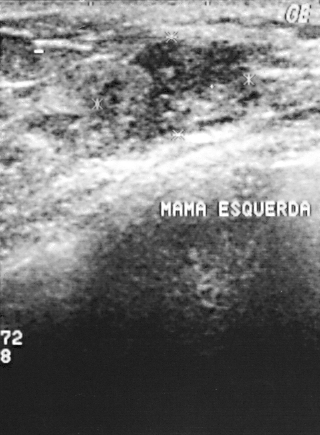
Modality: breast US.
Histopathology: invasive ductal carcinoma. Assigned BI-RADS 3. This mass proved malignant on biopsy or follow-up.